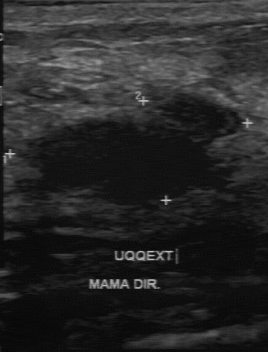
Imaging: breast ultrasound image.
BI-RADS 4 in the original read; on a second read the margin is partially regular, the boundary somewhat unclear and the breast lesion hypoechoic. Histopathology: fibroadenoma (benign).